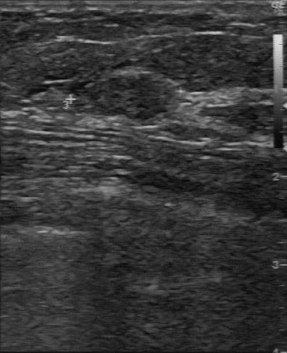
Modality: B-mode breast ultrasound.
FINDINGS: B-mode breast ultrasound. Biopsy or follow-up result: malignant. BI-RADS: 3.
OUTCOME ON BIOPSY OR FOLLOW-UP: malignant.